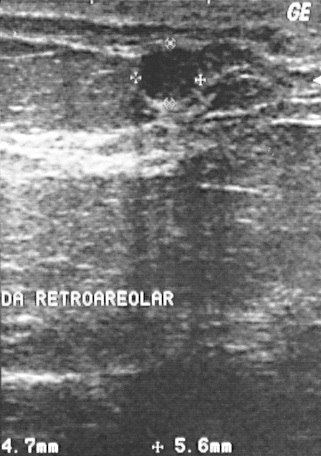
Imaging: breast sonogram.
Coordinates are pixels in the 321x456 image. Lesion region of interest: 139 49 197 103.